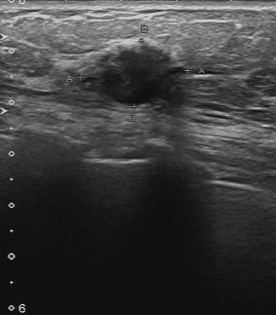
Breast US.
A breast lesion is seen with BI-RADS category: 4.